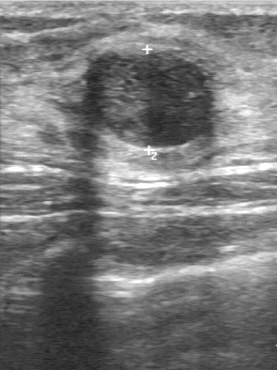
Modality: breast ultrasound image. Acquired on GE Logiq 7 @10-14MHz.
FINDINGS: Breast ultrasound image. Second-reader BI-RADS: 4A. Echogenicity: heterogeneous.